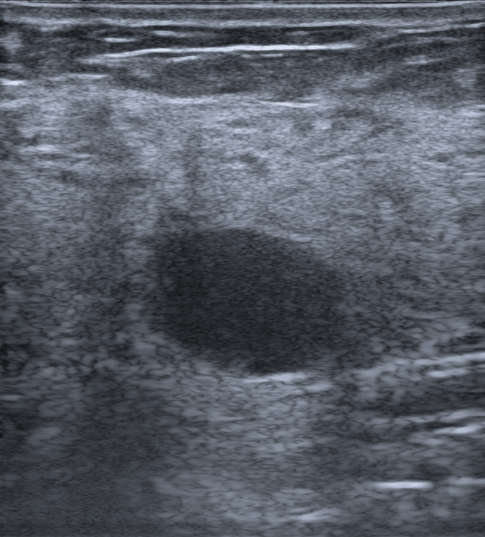
Breast ultrasound scan.
Margins are circumscribed. The breast lesion is oval in shape. Its echo pattern is anechoic. There is no echogenic halo. Posterior features: enhancement. No calcifications are seen. Skin thickening: none. Radiologic interpretation: Complex cyst / Non-simple cyst; Cyst filled with thick fluid. BI-RADS category 2. Biopsy or follow-up result: benign.